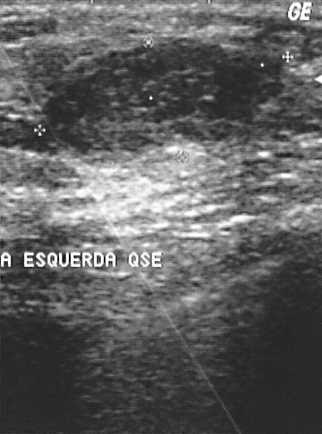
Modality: breast US.
Histopathology: fibroadenoma.
The lesion is benign on biopsy or follow-up.
The lesion is assessed as BI-RADS 2.